Breast ultrasound.
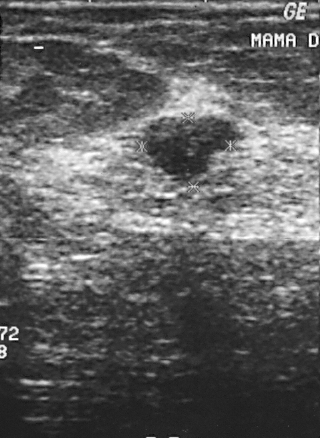
Biopsy showed fibroadenoma, a benign finding. Outcome on biopsy or follow-up: benign. BI-RADS category 3.